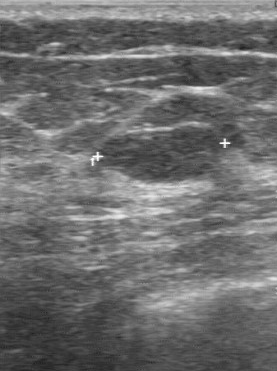
Modality: breast ultrasound scan.
Coordinates are pixels in the 277x371 image. The breast lesion occupies approximately top-left (100, 126), bottom-right (221, 184). The breast lesion is benign on biopsy or follow-up.